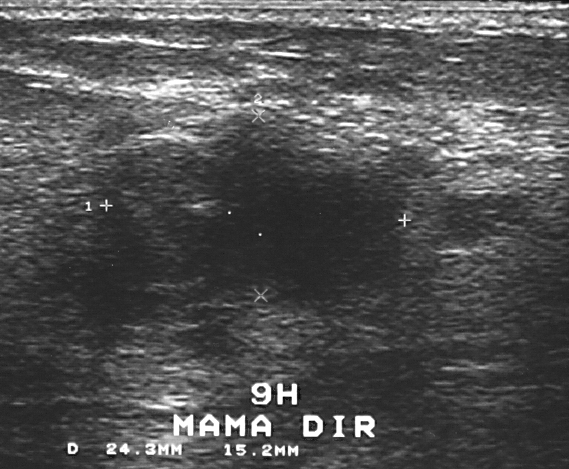
Modality: breast ultrasound.
The finding is benign on biopsy or follow-up.